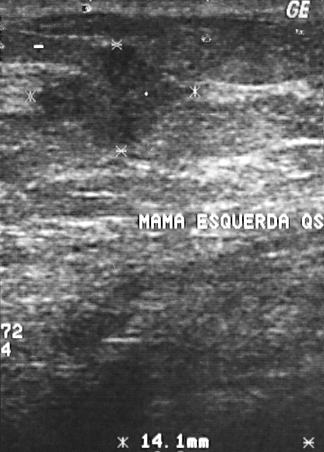
Breast ultrasound scan.
BI-RADS category 4. The breast lesion is malignant on biopsy or follow-up. Histopathology: invasive ductal carcinoma (malignant).